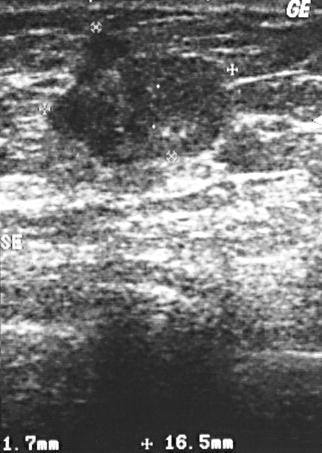
Modality: breast ultrasound image.
A lesion is present on this breast ultrasound image. It was assessed as BI-RADS 4. Biopsy showed invasive ductal carcinoma, a malignant finding.